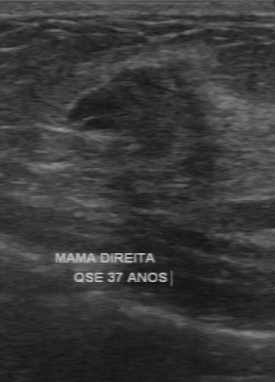
Modality: breast ultrasound scan.
The BI-RADS assessment is 3.